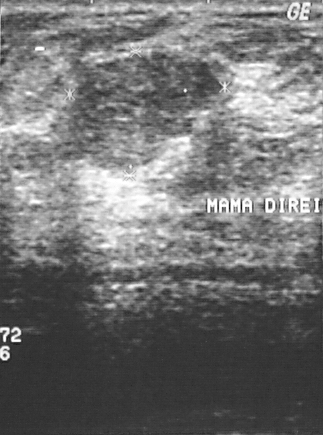
Modality: breast ultrasound.
(coordinates in a 323x435 pixel frame) Segment the mass: bounding box (70, 52) to (222, 168). The mass is benign on biopsy or follow-up. BI-RADS 3.